Modality: breast ultrasound image. Acquired on GE Logiq 7 @10-14MHz.
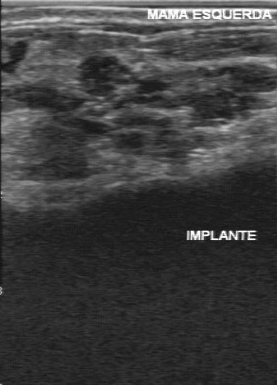
Coordinates are pixels in the 277x385 image. Segment the finding: bounding box (3, 53) to (276, 163).